Scanner: GE Logiq 5 @10-12MHz. Breast US.
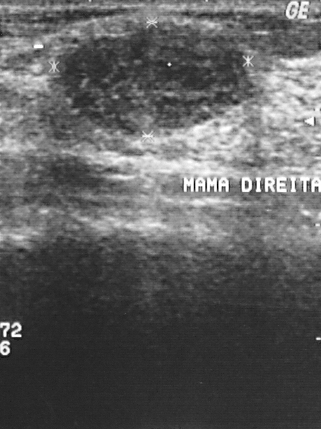
Coordinates are pixels in the 321x429 image. Segment the lesion: bounding box top-left (61, 23), bottom-right (249, 136). The lesion is benign on biopsy or follow-up.